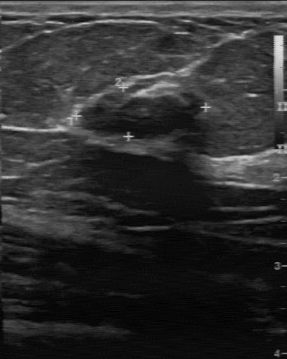
Breast ultrasound.
FINDINGS: Biopsy or follow-up result: benign. Lesion boundary: fairly clear. Margin: regular. Echo pattern: hypoechoic. Calcifications: absent.
OUTCOME ON BIOPSY OR FOLLOW-UP: benign.